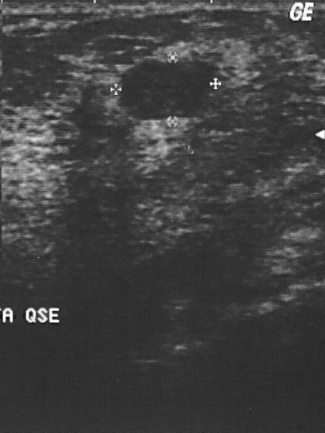
Breast ultrasound.
This breast ultrasound shows a mass with BI-RADS: 2, pathology: fibroadenoma.